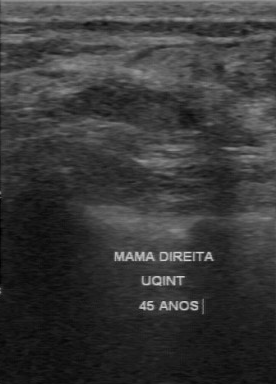
Modality: breast ultrasound scan. Acquired on GE Logiq 7 @10-14MHz.
Finding bounding box: top-left (67, 78), bottom-right (182, 130). The finding is benign on biopsy or follow-up.